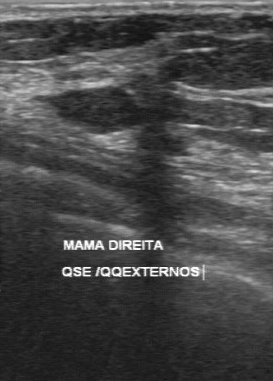
Modality: breast ultrasound scan.
Original-read BI-RADS category: 2.
The following findings are from a second reader, independent of the original assessment.
The mass has a regular margin.
Its boundary is clear.
Internally the mass is hypoechoic.
Calcifications: none.
Histopathology: fibroadenoma (benign).